Imaging: breast US. Background echotexture is heterogeneous: predominantly fibroglandular.
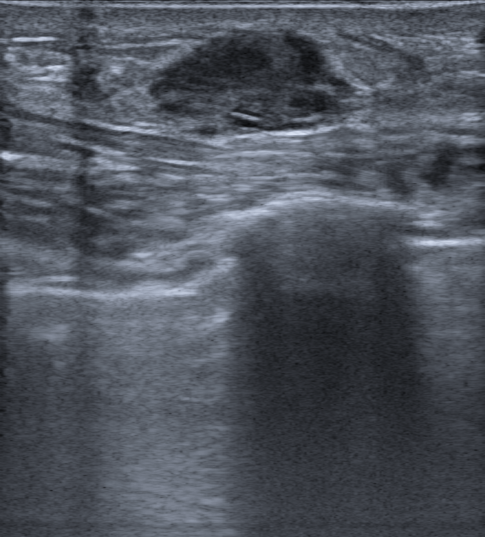
Biopsy or follow-up result: malignant. BI-RADS assessment: 4C. Posterior features: none. There is skin thickening. There is no echogenic halo. No calcifications are seen. Internally the mass is heterogeneous. The mass has microlobulated margins. It has an irregular shape.